Breast ultrasound image.
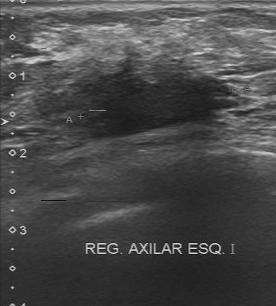
The original reader assigned BI-RADS 4. Findings on the second read (an independent reader): a hypoechoic lesion, margin irregular, boundary unclear. Pathology confirmed malignant invasive lobular carcinoma.